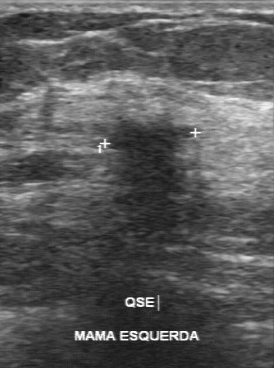
Modality: breast ultrasound scan. Scanner: GE Logiq 7 @10-14MHz.
Pixel coordinates (x1, y1, x2, y2): The lesion is located within the bounding box (104,114)-(197,206). The lesion is malignant on biopsy or follow-up.